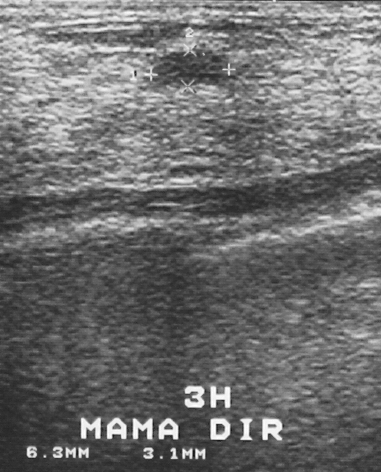
Imaging: breast US.
A mass is present on this breast US. It was assessed as BI-RADS 2. Histopathology: fibroadenoma (benign).